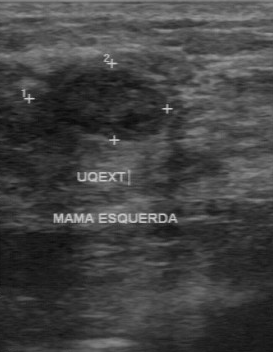
Imaging: breast ultrasound image.
Breast ultrasound image findings:
- margin: regular
- confirmed outcome (biopsy or follow-up): benign
- BI-RADS (first reader): 4
- second-reader BI-RADS: 3
- echo pattern: hypoechoic
- calcifications: none
- boundary: clear